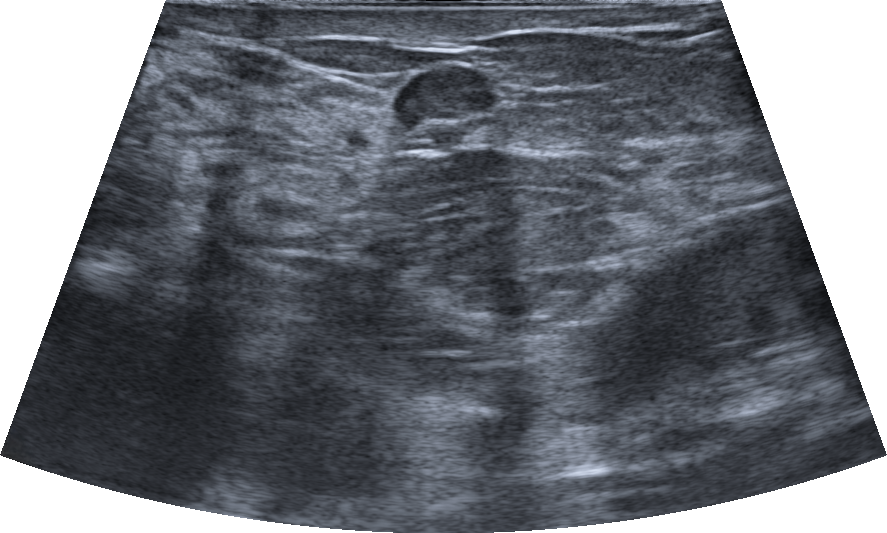
Background tissue composition: heterogeneous: predominantly fat. Modality: breast ultrasound scan.
Shape: oval. Margin: circumscribed. Internally the finding is hypoechoic. No posterior acoustic features are seen. There is no echogenic halo. There are no calcifications. No skin thickening is seen. Verification: follow-up care. The finding is assessed as BI-RADS 3. The finding is benign on biopsy or follow-up.